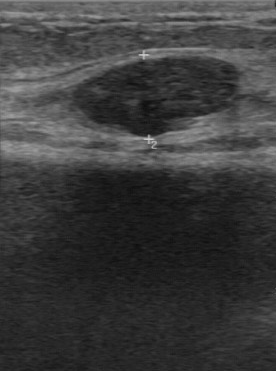
Imaging: breast ultrasound scan.
Original-read BI-RADS category: 2. The following findings are from a second reader, independent of the original assessment. Boundary: clear. The finding is hypoechoic. Margin: regular. Calcifications: none. Histopathology: fibroadenoma (benign).